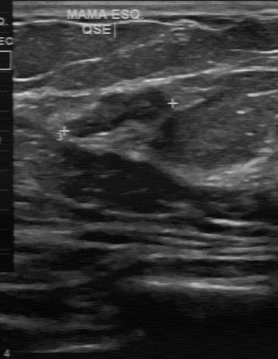
Scanner: GE Logiq 7 @10-14MHz. Imaging: breast ultrasound image.
Lesion boundary is fairly clear. Echogenicity is hypoechoic. The biopsy result is fibroadenoma. Calcifications are absent. Lesion margin: partially regular.